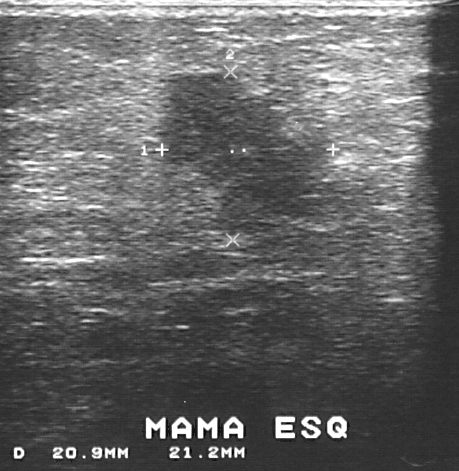
Acquired on GE Logiq 5 @10-12MHz. B-mode breast ultrasound.
A finding is seen. BI-RADS category 4. Histopathology: invasive ductal carcinoma (malignant).